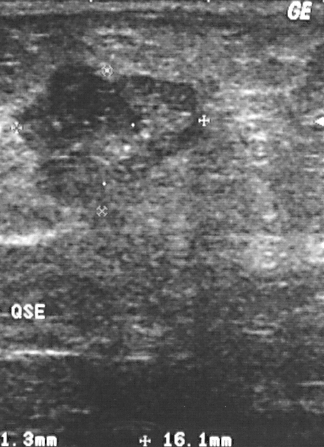
Breast sonogram.
The BI-RADS category is 5. The outcome on biopsy or follow-up is malignant. Biopsy result: invasive ductal carcinoma.